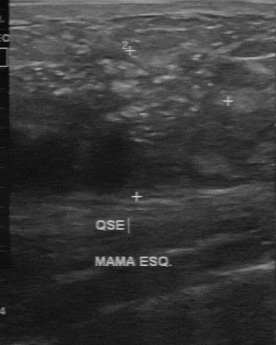
Scanner: GE Logiq 7 @10-14MHz. Breast sonogram.
Lesion region of interest: (12, 43) to (232, 163). BI-RADS 4.